Acquired on GE Logiq 7 @10-14MHz. Modality: breast ultrasound image.
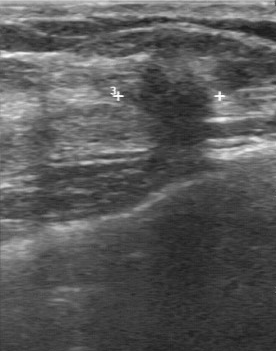
The lesion was assessed as BI-RADS 5 by the original reader.
On a second read by an independent reader:
Echo pattern: hypoechoic.
The margin is irregular.
Calcifications: none.
Boundary: unclear.
Histopathology: invasive ductal carcinoma (malignant).